Modality: breast ultrasound.
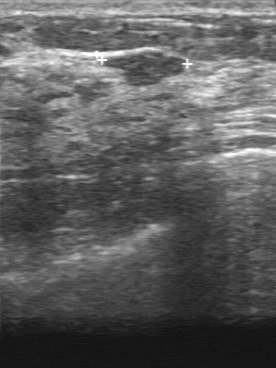
The lesion was categorized BI-RADS 3 in the original read. A second, independent read describes the lesion as follows. Internally the lesion is slightly hypoechoic. Boundary: fairly clear. Calcifications: none. Margin: partially regular. Biopsy showed fibroadenoma, a benign finding.